Modality: breast ultrasound image.
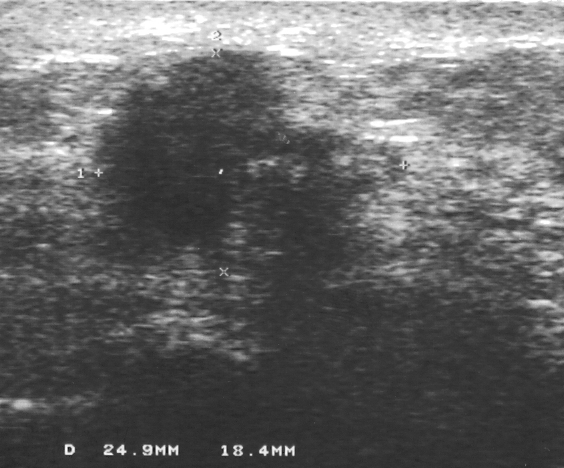
Mass bounding box: top-left (93, 51), bottom-right (405, 281). The mass is malignant on biopsy or follow-up.